Breast ultrasound image. Acquired on GE Logiq 7 @10-14MHz.
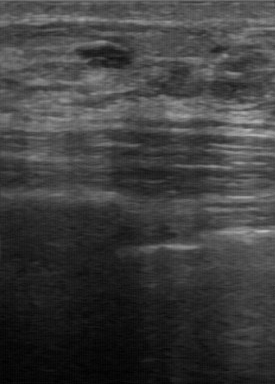
FINDINGS: Biopsy or follow-up result: benign. BI-RADS assessment: 3.
OUTCOME ON BIOPSY OR FOLLOW-UP: benign.